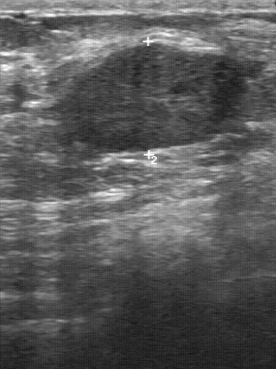
Imaging: breast US. Scanner: GE Logiq 7 @10-14MHz.
Outcome on biopsy or follow-up: benign. (BI-RADS category 3.)